Scanner: GE Logiq 5 @10-12MHz. Modality: B-mode breast ultrasound.
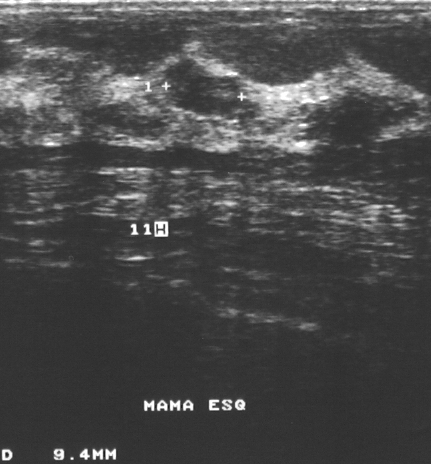
Lesion characteristics:
- pathology: fibroadenoma
- BI-RADS category: 3